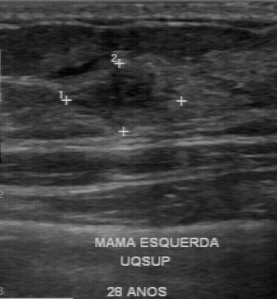
Imaging: breast ultrasound. Acquired on GE Logiq 7 @10-14MHz.
Lesion: benign on biopsy or follow-up. BI-RADS 4.